Breast sonogram.
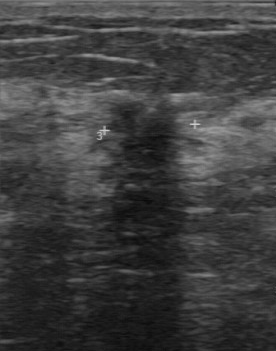
Lesion bounding box: top-left (110, 102), bottom-right (181, 170). BI-RADS 4.